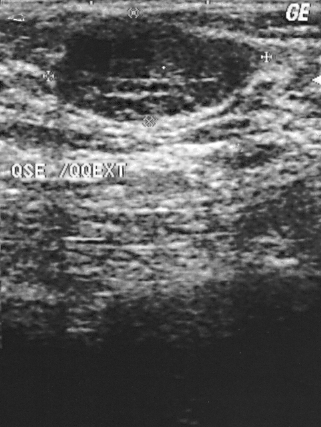
Imaging: B-mode breast ultrasound. Scanner: GE Logiq 5 @10-12MHz.
BI-RADS assessment: 2. Outcome on biopsy or follow-up: benign.
OUTCOME ON BIOPSY OR FOLLOW-UP: benign.